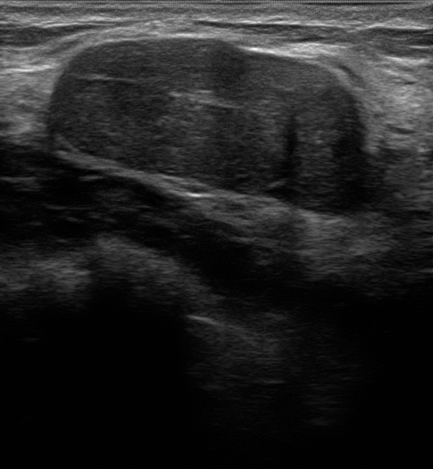
Imaging: breast US.
Breast US findings:
- posterior features: none
- outcome on biopsy or follow-up: benign
- BI-RADS category: 3
- histopathology: Fibroadenoma
- borders: circumscribed
- echotexture: hypoechoic
- shape: oval
- calcifications: absent